Scanner: GE Logiq 7 @10-14MHz. Modality: B-mode breast ultrasound.
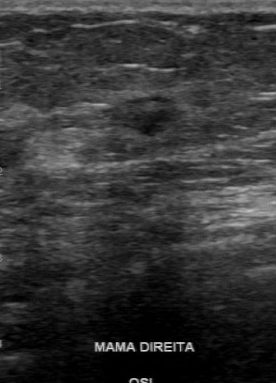
This B-mode breast ultrasound shows a breast lesion with hypoechoic internal echoes, regular lesion margin, outcome on biopsy or follow-up: malignant, calcifications: none, biopsy result: invasive ductal carcinoma, clear boundary.